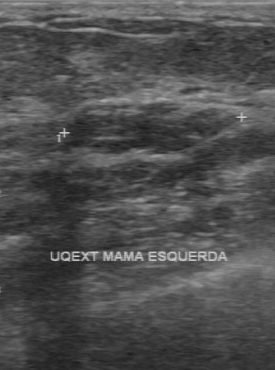
Imaging: breast US.
The breast lesion was categorized BI-RADS 4 in the original read.
The following findings are from a second reader, independent of the original assessment.
Margin: regular.
Boundary: clear.
The breast lesion is hypoechoic.
No calcifications are seen.
The biopsy result was fibroadenoma; the breast lesion is benign.